Acquired on GE Logiq 7 @10-14MHz. Imaging: breast sonogram.
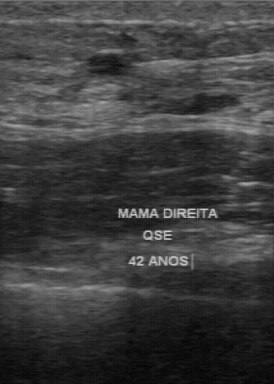
Outcome on biopsy or follow-up: benign. (BI-RADS category 3.)